B-mode breast ultrasound.
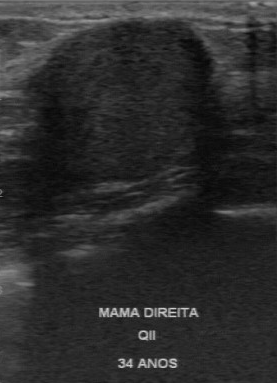
The original reader assigned BI-RADS 2. On a second read by an independent reader: No calcifications are seen. The margin is regular. Boundary: clear. The breast lesion is hypoechoic. The biopsy result was mastitis; the breast lesion is benign.